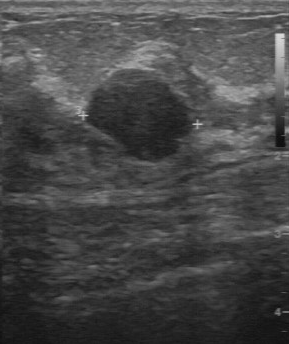
Modality: breast US.
FINDINGS: Breast US. Margin: regular. Calcifications: none. Echo pattern: slightly hypoechoic. Lesion boundary: clear. Biopsy or follow-up result: benign.
OUTCOME ON BIOPSY OR FOLLOW-UP: benign.